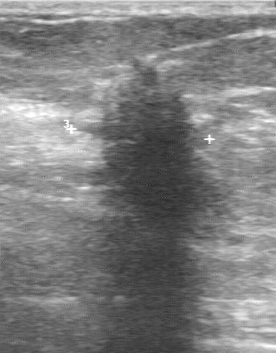
Modality: breast ultrasound.
The mass is located within the bounding box (80, 53) to (221, 224). The mass is malignant on biopsy or follow-up.